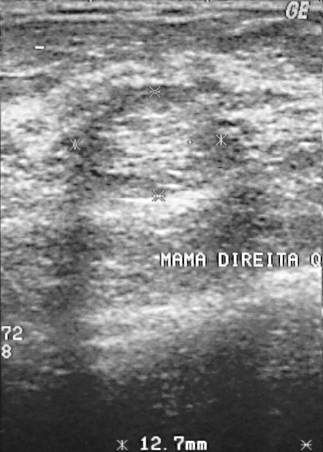
Breast sonogram. Scanner: GE Logiq 5 @10-12MHz.
Breast lesion: benign on biopsy or follow-up.